Breast sonogram.
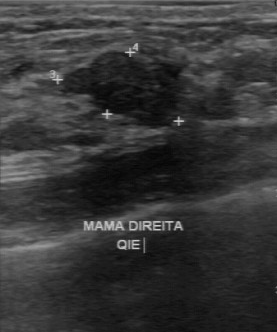
Biopsy or follow-up result is benign. The lesion margin is regular. No calcifications are seen. Echo pattern: hypoechoic. Biopsy result is fibroadenoma. The lesion boundary is clear.